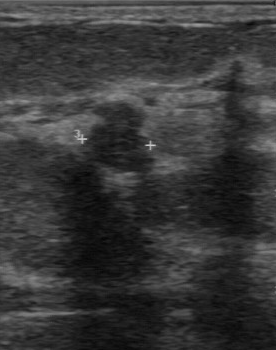
Breast US.
(coordinates in a 276x350 pixel frame) The mass occupies approximately 81 102 155 175. BI-RADS 4.